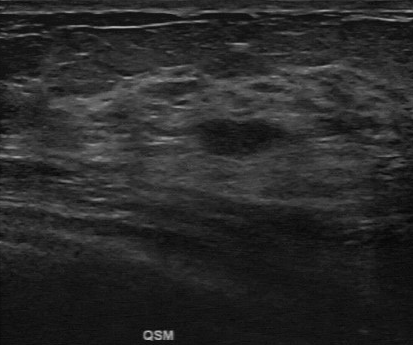
Imaging: B-mode breast ultrasound.
The mass is located within the bounding box top-left (196, 120), bottom-right (289, 158). The mass is benign on biopsy or follow-up.